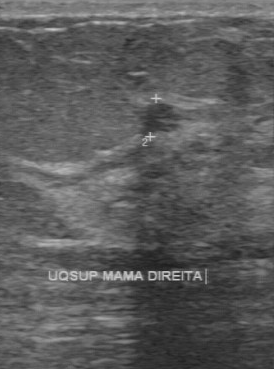
Acquired on GE Logiq 7 @10-14MHz. Modality: breast ultrasound scan.
BI-RADS (second read) is 3. Histopathology: invasive ductal carcinoma.